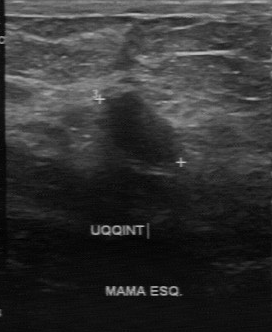
B-mode breast ultrasound.
Original-read BI-RADS category: 2. A second reader, independent of the original assessment, describes a hypoechoic lesion with a partially regular margin; the boundary is fairly clear. The biopsy result was mastitis; the lesion is benign.